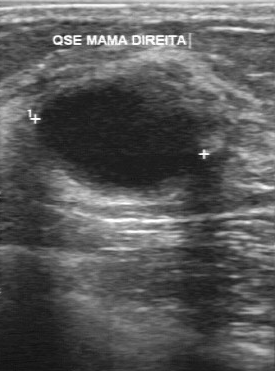
Imaging: B-mode breast ultrasound.
B-mode breast ultrasound findings:
- BI-RADS on independent re-read: 3
- echo pattern: hypoechoic
- BI-RADS (first reader): 2
- lesion boundary: clear
- calcifications: none
- lesion margin: regular